Modality: breast US.
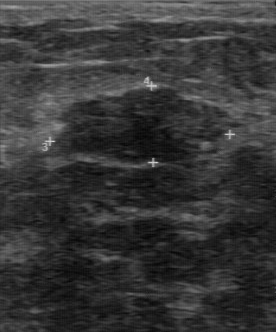
(coordinates in a 276x332 pixel frame) The breast lesion occupies approximately x1=51, y1=89, x2=229, y2=167. The breast lesion is benign on biopsy or follow-up.